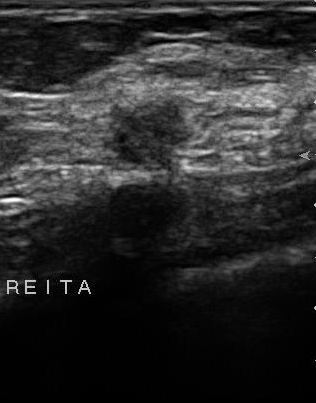
Modality: breast ultrasound.
Biopsy or follow-up result: malignant.